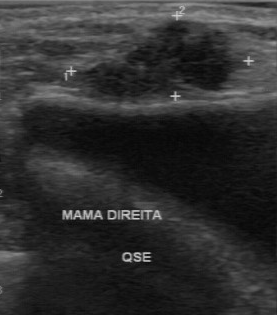
Imaging: breast ultrasound.
BI-RADS 4 in the original read. The following findings are from a second reader, independent of the original assessment. The breast lesion has a partially regular margin. There are no calcifications. The lesion boundary is somewhat unclear. Internally the breast lesion is hypoechoic. Histopathology: invasive ductal carcinoma (malignant).